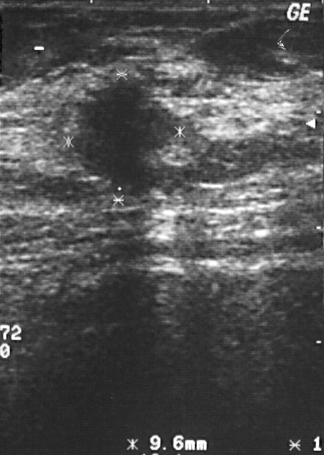
Modality: breast sonogram.
Outcome on biopsy or follow-up: malignant. BI-RADS 4.